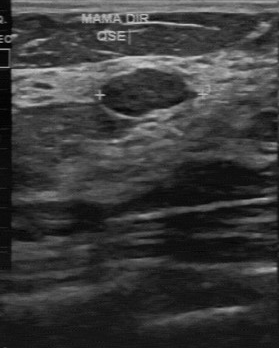
Imaging: breast ultrasound image.
Original-read BI-RADS category: 3.
Descriptors from an independent second read (not the reader who assigned the category):
Margin: regular.
Boundary: clear.
The breast lesion is hypoechoic.
No calcifications are seen.
The biopsy result was fibroadenoma; the breast lesion is benign.